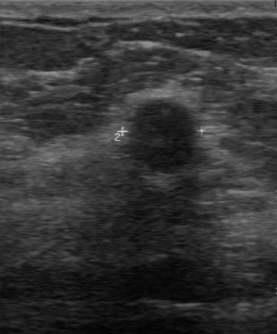
Modality: breast US.
Outcome on biopsy or follow-up: benign.